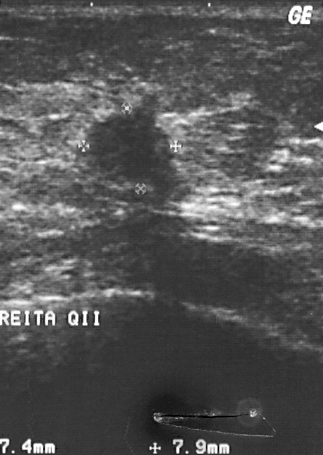
Modality: breast ultrasound scan.
(coordinates in a 323x455 pixel frame) Segment the lesion: bounding box [86, 108, 171, 184]. BI-RADS 4.